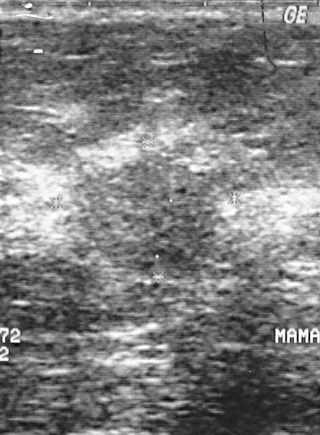
Acquired on GE Logiq 5 @10-12MHz. Modality: breast ultrasound scan.
Lesion characteristics:
- BI-RADS category: 4
- biopsy or follow-up result: benign